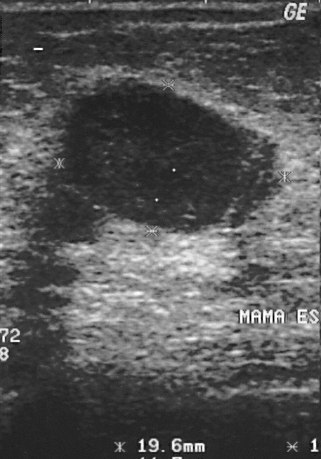
Modality: breast US.
A finding is seen. BI-RADS category 2. Biopsy showed cyst, a benign finding.